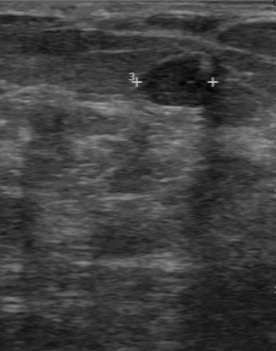
Modality: breast ultrasound scan.
Lesion region of interest: [137, 62, 216, 107].